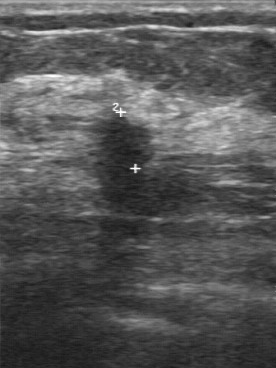
Imaging: breast US.
BI-RADS 5 in the original read. On a second read by an independent reader: Its boundary is unclear. Margin: irregular. There are no calcifications. Echo pattern: hypoechoic. Histopathology: invasive ductal carcinoma (malignant).